Imaging: breast ultrasound scan.
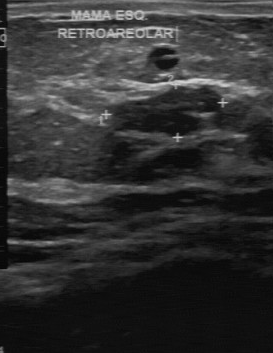
FINDINGS: Breast ultrasound scan. BI-RADS: 3.
OUTCOME ON BIOPSY OR FOLLOW-UP: benign.